Modality: breast US. Acquired on GE Logiq 5 @10-12MHz.
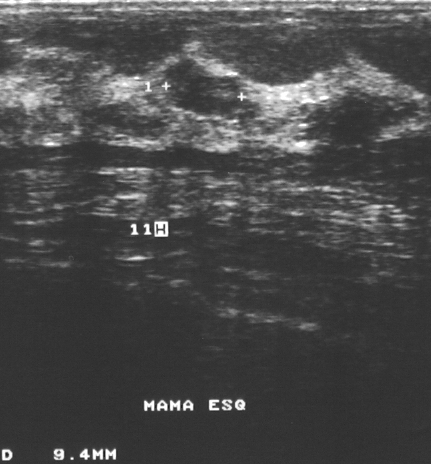
The mass is benign on biopsy or follow-up.